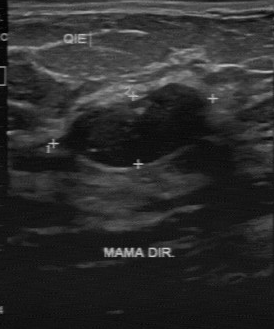
Imaging: breast sonogram.
Biopsy or follow-up result: benign.